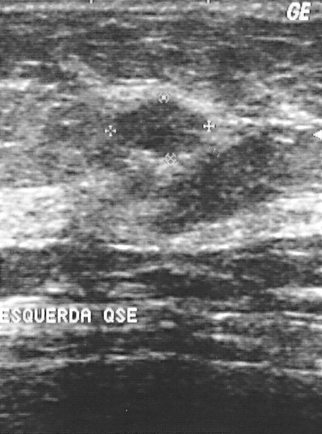
Breast ultrasound image.
Mass bounding box: [115, 99, 203, 154].